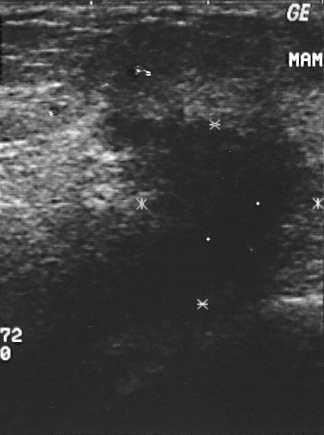
Imaging: breast US.
Pixel coordinates (x1, y1, x2, y2): The mass occupies approximately (105, 115) to (304, 285). BI-RADS 5.